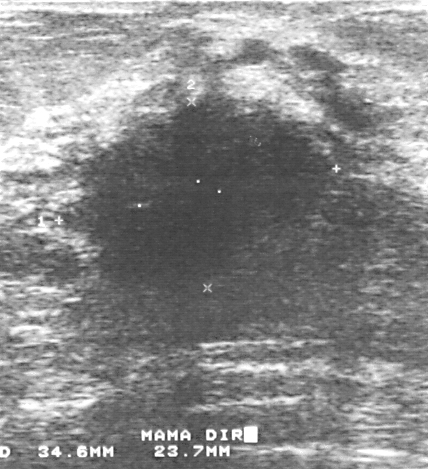
B-mode breast ultrasound.
A lesion is present on this B-mode breast ultrasound. Assessment: BI-RADS 4. Biopsy showed invasive ductal carcinoma, a malignant finding.